Breast sonogram.
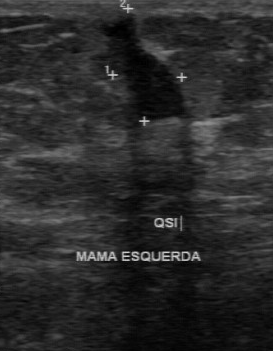
The lesion boundary is clear. Contour is irregular. BI-RADS (second read) is 4B. The BI-RADS (first reader) is 4.